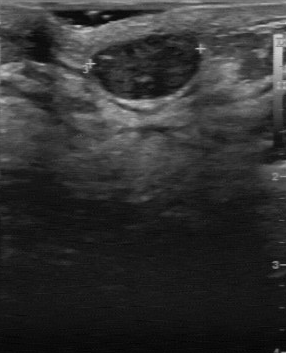
Modality: breast ultrasound scan.
The biopsy result is fibroadenoma. Biopsy or follow-up result is benign. The BI-RADS is 2.